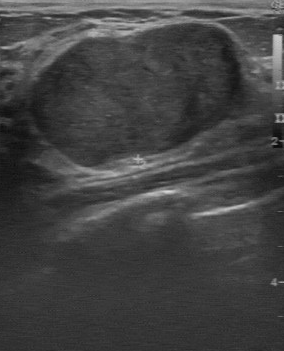
Breast US.
BI-RADS 2 in the original read. The following findings are from a second reader, independent of the original assessment. The lesion boundary is clear. Calcifications: none. Margin: regular. Internally the breast lesion is slightly hypoechoic. Biopsy showed fibroadenoma, a benign finding.